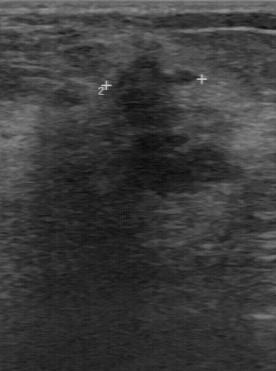
Modality: breast ultrasound.
Breast lesion: malignant on biopsy or follow-up.